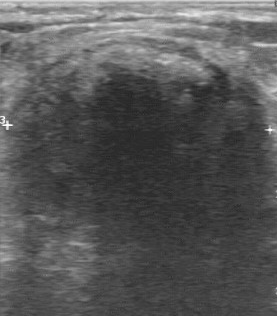
Modality: B-mode breast ultrasound.
BI-RADS assessment: 4. Biopsy result is galactocele.